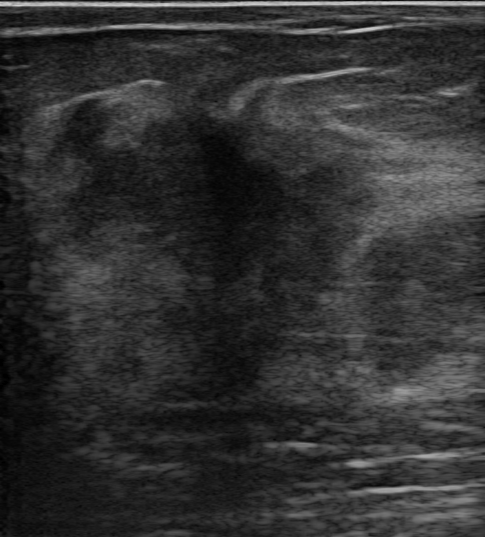
Modality: breast ultrasound scan.
A breast lesion is seen with posterior features: none, irregular shape, verification: confirmed by biopsy, BI-RADS category: 5, echogenic halo: present, calcifications: none, skin thickening: none, not circumscribed - angular and indistinct lesion margin, biopsy or follow-up result: malignant, hypoechoic echo pattern.